Modality: breast sonogram.
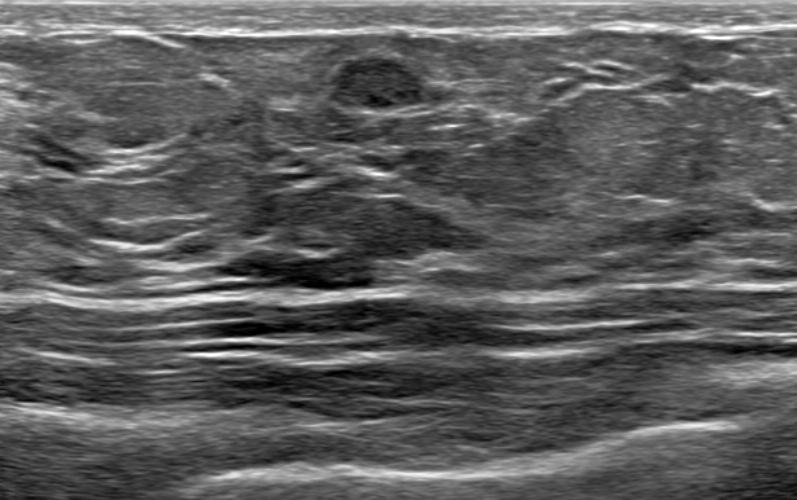
Coordinates are pixels in the 797x500 image. Segment the breast lesion: bounding box 323 55 420 112.